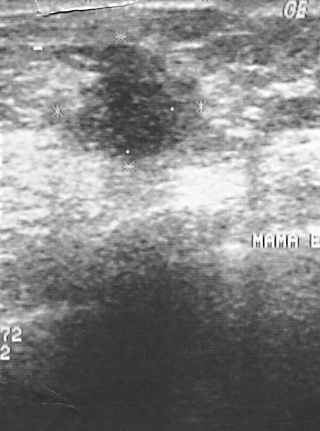
Modality: breast ultrasound scan.
Biopsy or follow-up result: malignant. (BI-RADS category 4.)